Breast sonogram.
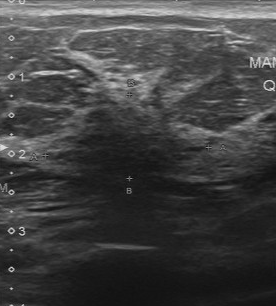
Biopsy or follow-up result: benign. The margin is irregular. There are no calcifications. Lesion boundary is unclear. Internal echoes are hypoechoic.